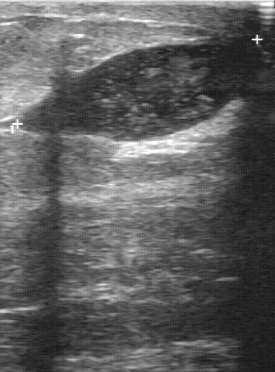
Breast US.
A mass is seen with biopsy result: mastitis, BI-RADS: 4, biopsy or follow-up result: benign.